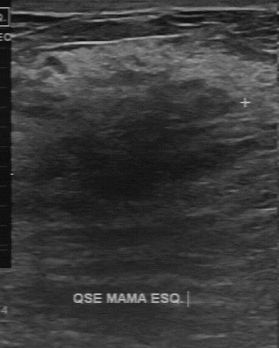
Scanner: GE Logiq 7 @10-14MHz. Modality: breast ultrasound image.
BI-RADS is 4. Biopsy result is fibrocystic changes. Biopsy or follow-up result: benign.